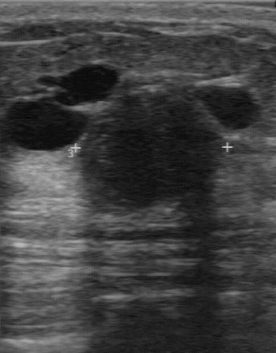
Modality: breast ultrasound scan. Scanner: GE Logiq 7 @10-14MHz.
Biopsy or follow-up result: benign. The BI-RADS assessment is 3.